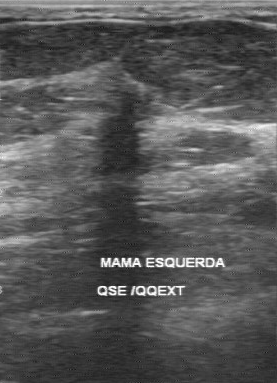
Breast sonogram.
This breast sonogram shows a finding with BI-RADS: 5, confirmed outcome (biopsy or follow-up): malignant.